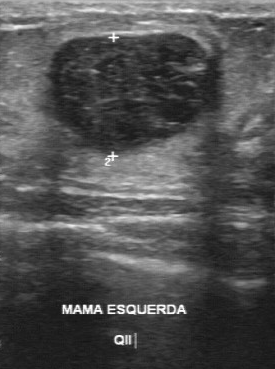
Acquired on GE Logiq 7 @10-14MHz. Modality: breast ultrasound image.
Original-read BI-RADS category: 3.
A second, independent read describes the mass as follows.
The mass is slightly hypoechoic.
Boundary: clear.
Calcifications: suspected.
Margin: regular.
Biopsy showed phyllodes tumor, a benign finding.